Imaging: breast ultrasound image.
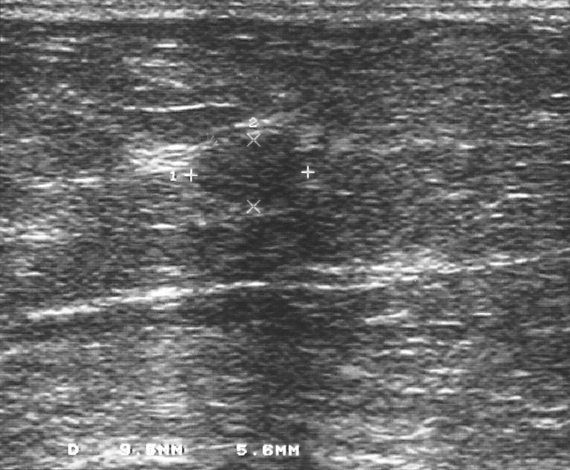
Lesion region of interest: 188 141 298 204.